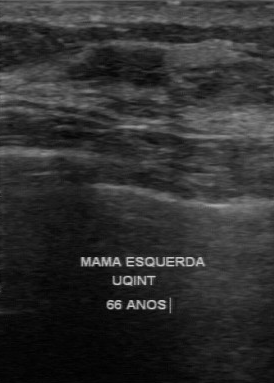
Breast ultrasound image. Scanner: GE Logiq 7 @10-14MHz.
Finding: breast lesion, benign on biopsy or follow-up.